Breast sonogram. Scanner: GE Logiq 7 @10-14MHz.
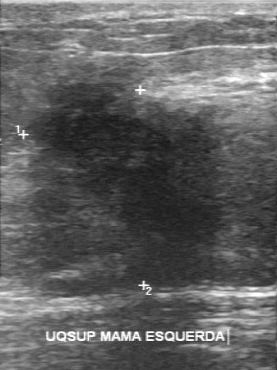
(coordinates in a 277x370 pixel frame) The breast lesion occupies approximately top-left (31, 84), bottom-right (226, 249).